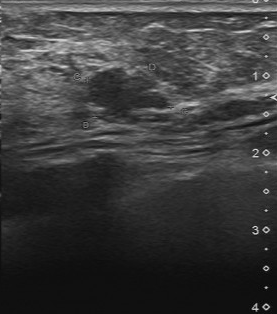
Breast sonogram.
Pixel coordinates (x1, y1, x2, y2): Lesion region of interest: [85, 67, 173, 124].